Modality: breast sonogram.
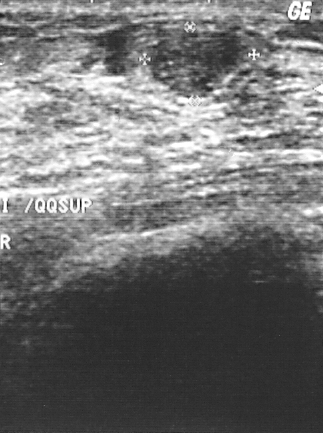
This breast sonogram shows a mass with biopsy or follow-up result: benign, BI-RADS: 2.